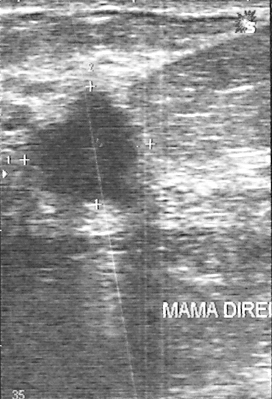
Scanner: GE Logiq 5 @10-12MHz. Modality: breast sonogram.
Outcome on biopsy or follow-up: malignant.
Biopsy showed invasive ductal carcinoma, a malignant finding.
The finding is assessed as BI-RADS 4.